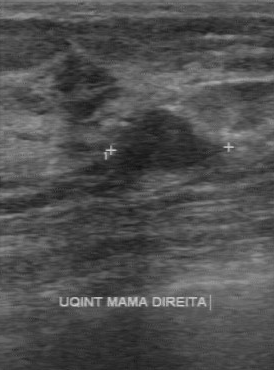
Modality: breast US.
Breast US findings:
- biopsy result: fibroadenoma
- biopsy or follow-up result: benign
- BI-RADS assessment: 4